Scanner: GE Logiq 7 @10-14MHz. Breast US.
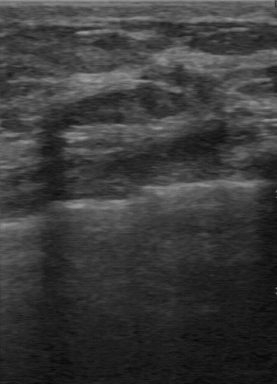
Coordinates are pixels in the 277x384 image. The lesion is located within the bounding box x1=64, y1=83, x2=184, y2=126. The lesion is benign on biopsy or follow-up.